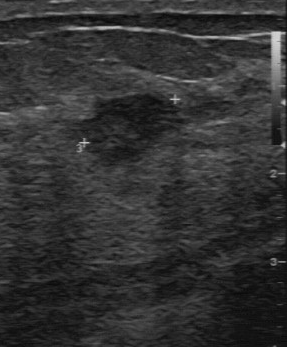
Imaging: breast ultrasound image.
The BI-RADS (second read) is 3.